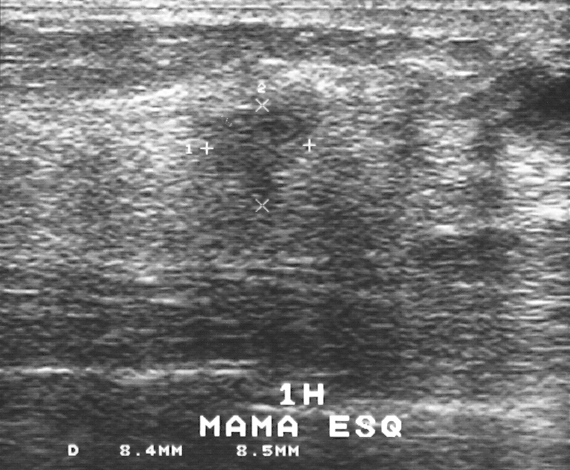
B-mode breast ultrasound.
Biopsy or follow-up result: benign. BI-RADS category 4. Pathology confirmed fibroadenoma.